Background echotexture is heterogeneous: predominantly fat. Imaging: breast sonogram.
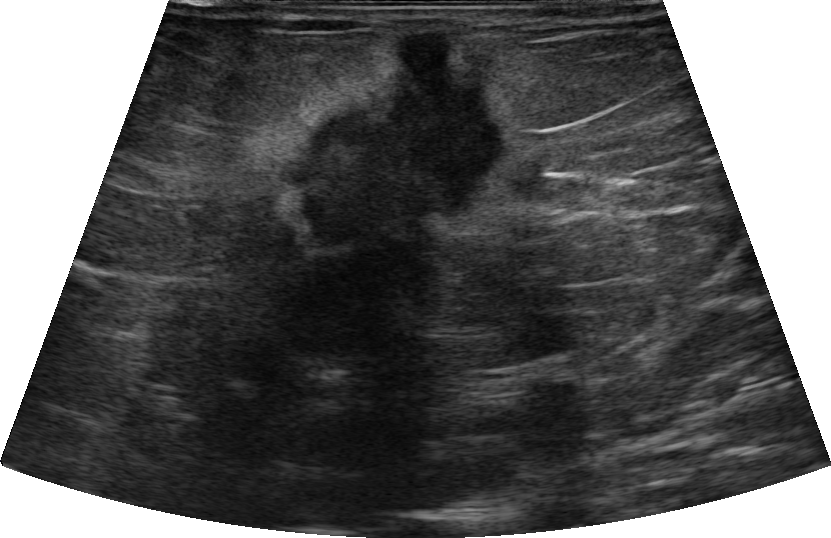
Biopsy or follow-up result: malignant.